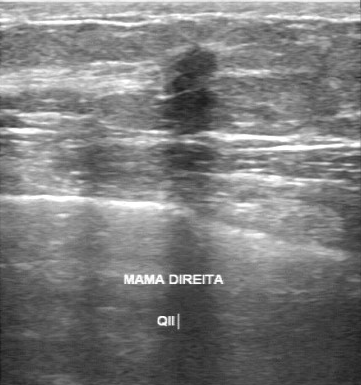
Scanner: GE Logiq 7 @10-14MHz. Breast ultrasound image.
Breast ultrasound image findings:
- BI-RADS category: 4
- biopsy or follow-up result: malignant